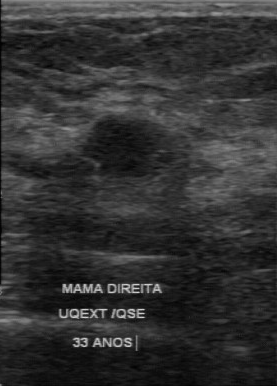
Modality: breast ultrasound image.
Finding: breast lesion, benign on biopsy or follow-up.